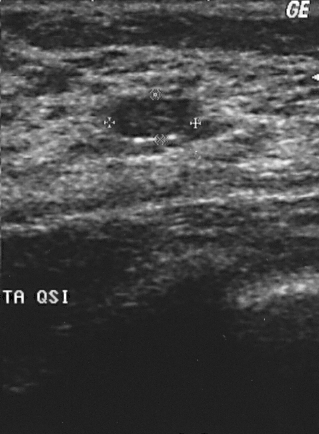
Scanner: GE Logiq 5 @10-12MHz. Breast ultrasound.
This breast ultrasound shows a finding. Assessment: BI-RADS 2. The biopsy result was fibroadenoma; the finding is benign.